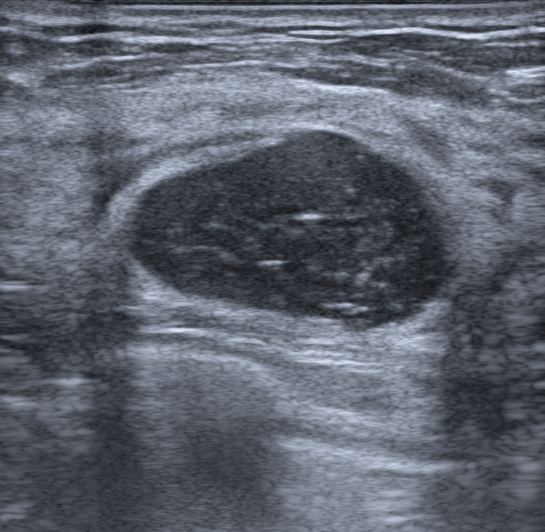
Background tissue composition: homogeneous: fibroglandular. Imaging: breast ultrasound image. Patient age: 39.
The mass is located within the bounding box x1=127, y1=123, x2=452, y2=322.